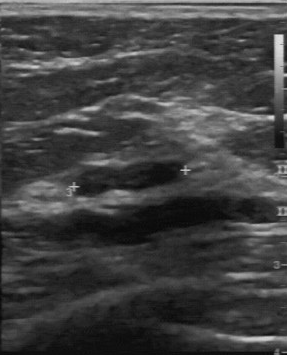
B-mode breast ultrasound.
Lesion: benign on biopsy or follow-up. (BI-RADS category 2.)